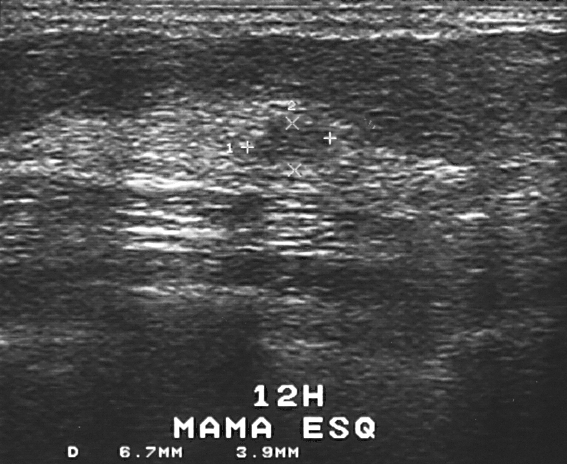
Scanner: GE Logiq 5 @10-12MHz. Imaging: breast ultrasound scan.
Finding: lesion, benign on biopsy or follow-up. (BI-RADS category 3.)